Imaging: breast ultrasound image.
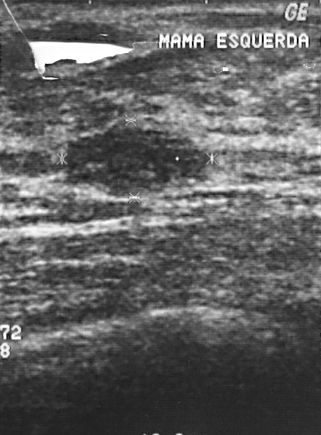
A breast lesion is present on this breast ultrasound image. BI-RADS category 2. Pathology confirmed benign fibroadenoma.